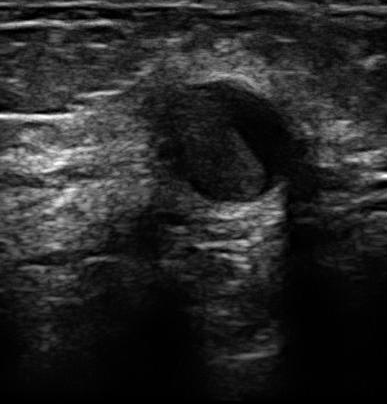
Breast ultrasound scan.
This breast ultrasound scan shows a finding, benign on biopsy or follow-up. BI-RADS 3.